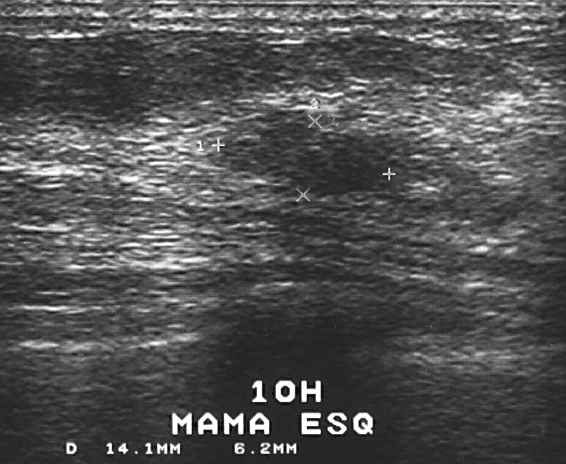
Imaging: breast ultrasound.
A finding is present on this breast ultrasound. Assessment: BI-RADS 3. Pathology confirmed benign fibrocystic changes.